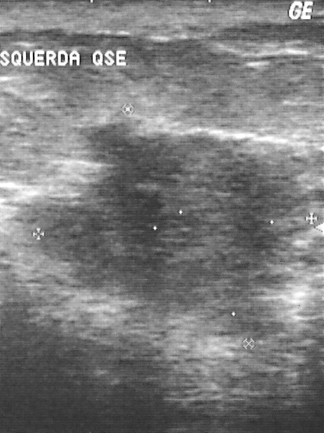
Imaging: breast ultrasound scan.
A breast lesion is seen. Assessment: BI-RADS 5. Histopathology: invasive ductal carcinoma (malignant).